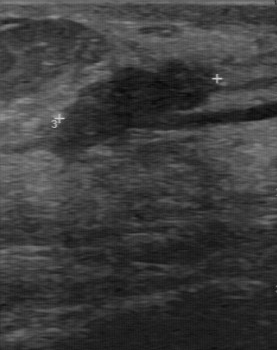
Acquired on GE Logiq 7 @10-14MHz. Breast ultrasound.
FINDINGS: Histopathology: fibroadenoma. BI-RADS assessment: 4. Confirmed outcome (biopsy or follow-up): benign.
OUTCOME ON BIOPSY OR FOLLOW-UP: benign.